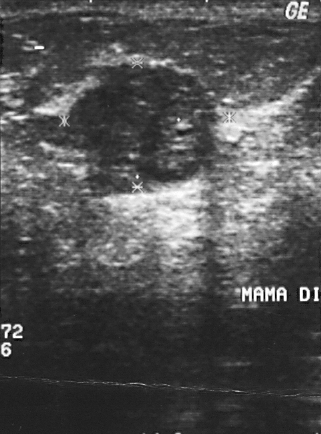
Breast ultrasound.
Pathology confirmed fibroadenoma. The finding is benign on biopsy or follow-up. BI-RADS category 2.